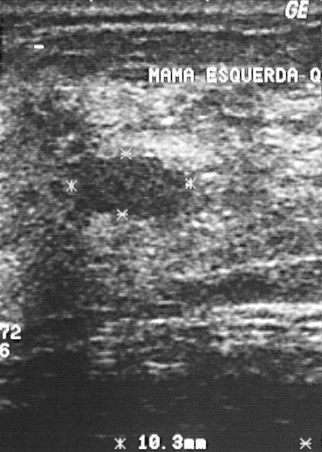
Acquired on GE Logiq 5 @10-12MHz. Imaging: breast ultrasound.
Segment the breast lesion: bounding box x1=83, y1=156, x2=186, y2=217. The breast lesion is benign on biopsy or follow-up.